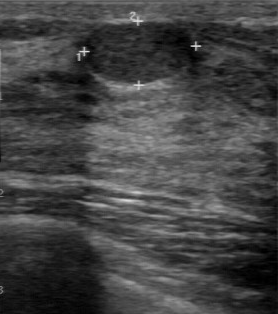
Acquired on GE Logiq 7 @10-14MHz. Imaging: breast US.
The breast lesion was categorized BI-RADS 2 in the original read. A second reader, independent of the original assessment, describes a hypoechoic breast lesion with a regular margin; the boundary is clear. Biopsy showed fibroadenoma, a benign finding.